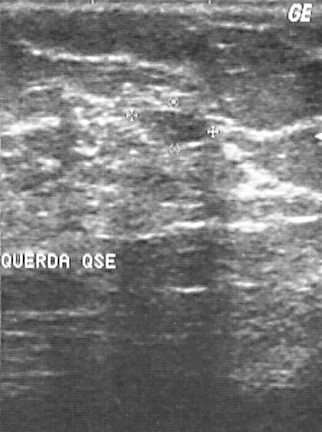
B-mode breast ultrasound.
Coordinates are pixels in the 322x432 image. The finding occupies approximately x1=142, y1=111, x2=205, y2=143. The finding is benign on biopsy or follow-up.